Imaging: breast ultrasound.
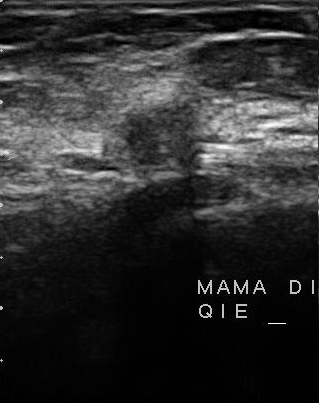
BI-RADS 4 in the original read; on a second read the margin is partially regular, the boundary somewhat unclear and the finding slightly hypoechoic. No calcifications are seen. Histopathology: invasive ductal carcinoma (malignant).